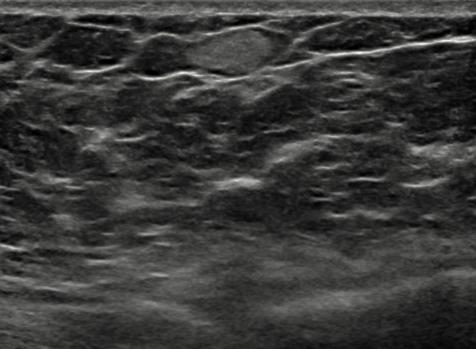
Modality: breast ultrasound image.
Biopsy or follow-up result: benign. (BI-RADS category 2.)